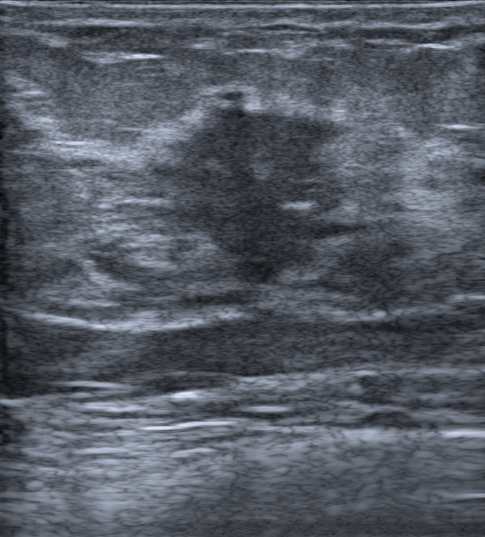
Imaging: breast ultrasound. 37-year-old patient.
An irregular, hypoechoic breast lesion with margins that are not circumscribed (spiculated, microlobulated and indistinct) is seen. There are no posterior features. Skin thickening: none. There are no calcifications. There is an echogenic halo. The breast lesion is categorized as BI-RADS 4C; on biopsy or follow-up it was malignant. Differential on reading: Suspicion of malignancy. Biopsy confirmed invasive carcinoma of no special type (NST).